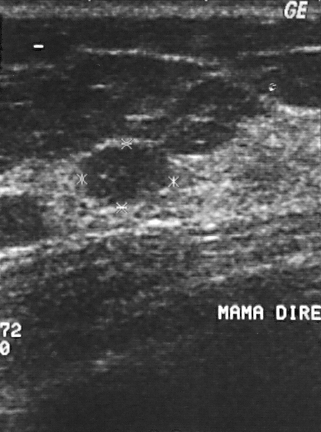
Scanner: GE Logiq 5 @10-12MHz. Modality: breast ultrasound.
This breast ultrasound shows a finding. It was assessed as BI-RADS 2. Histopathology: fibroadenoma (benign).